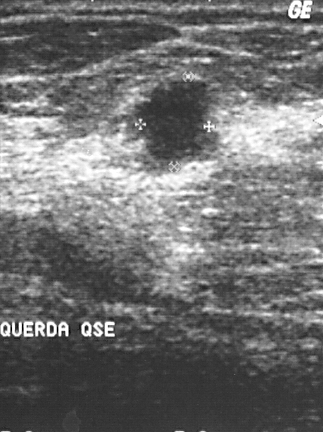
Scanner: GE Logiq 5 @10-12MHz. Imaging: breast ultrasound image.
Biopsy or follow-up result: malignant.